Imaging: breast US.
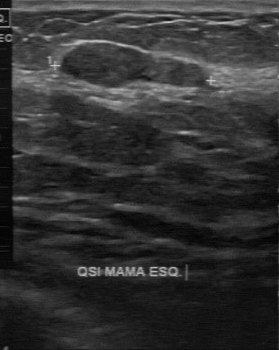
(coordinates in a 279x350 pixel frame) Mass bounding box: x1=58, y1=41, x2=211, y2=89. The mass is benign on biopsy or follow-up.